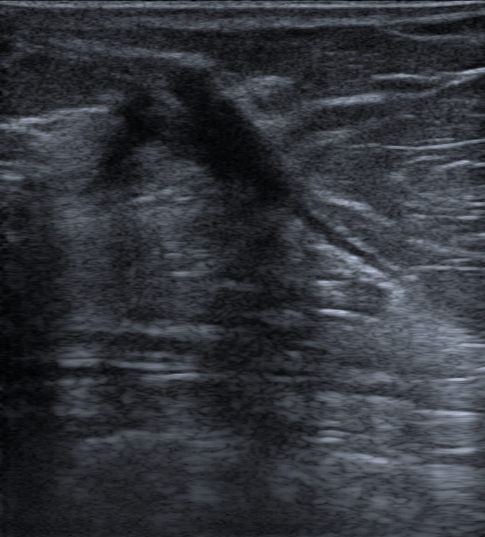
Imaging: breast ultrasound. Background echotexture is homogeneous: fat.
This breast ultrasound shows a finding with not circumscribed - spiculated and indistinct margin, hypoechoic echogenicity, skin thickening: present, posterior acoustic features: shadowing, irregular shape, echogenic halo: none, calcifications: none, radiologic interpretation: Breast scar (surgery), BI-RADS assessment: 2.